Imaging: breast ultrasound.
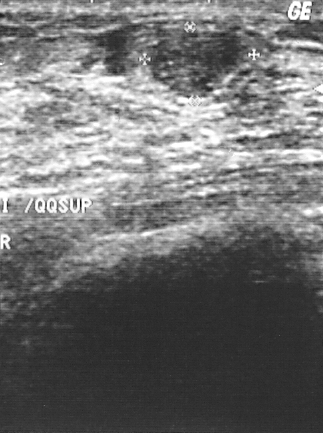
The biopsy result was fibroadenoma. This mass proved benign on biopsy or follow-up. The mass is assessed as BI-RADS 2.